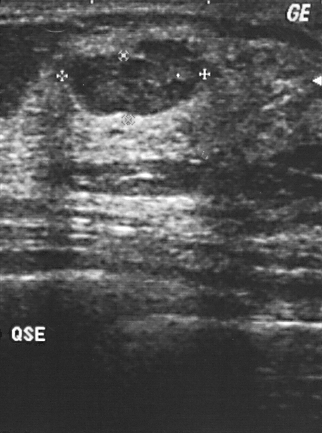
Scanner: GE Logiq 5 @10-12MHz. Breast ultrasound.
The finding is benign on biopsy or follow-up. BI-RADS category 2. The biopsy result was fibroadenoma.